Imaging: breast ultrasound scan.
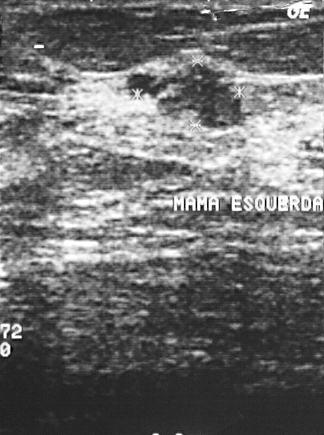
Coordinates are pixels in the 324x435 image. The mass occupies approximately 126 65 240 126.